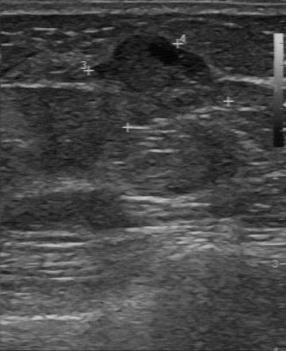
Acquired on GE Logiq 7 @10-14MHz. Imaging: breast ultrasound scan.
Lesion characteristics:
- echogenicity: slightly hypoechoic
- margin: partially regular
- calcifications: none
- lesion boundary: somewhat unclear
- pathology: mucinous carcinoma